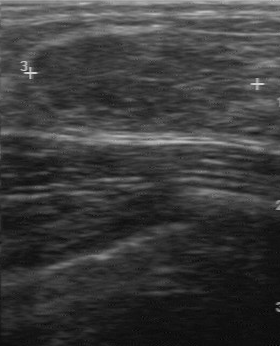
Modality: B-mode breast ultrasound.
B-mode breast ultrasound findings:
- BI-RADS (first reader): 3
- lesion boundary: clear
- BI-RADS (second read): 3